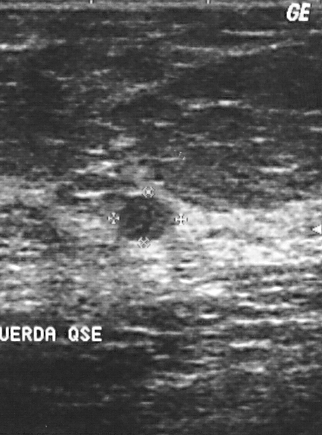
Scanner: GE Logiq 5 @10-12MHz. Imaging: breast ultrasound image.
The lesion is benign on biopsy or follow-up.